Modality: breast US.
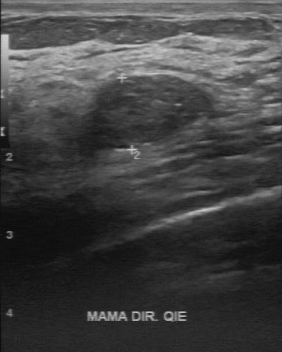
There are no calcifications. Lesion margin: regular. Lesion boundary is clear. Echo pattern: slightly hypoechoic.